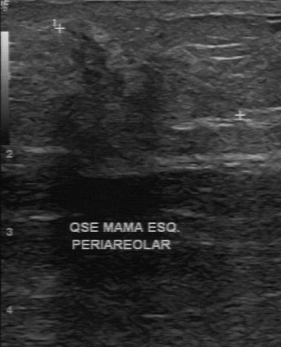
Acquired on GE Logiq 7 @10-14MHz. Breast ultrasound scan.
The finding is malignant on biopsy or follow-up. BI-RADS 4.